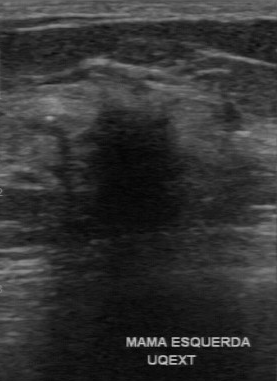
B-mode breast ultrasound.
The breast lesion demonstrates BI-RADS (second read): 4B, hypoechoic echo pattern, calcifications: absent, unclear lesion boundary, irregular margin.